Imaging: B-mode breast ultrasound.
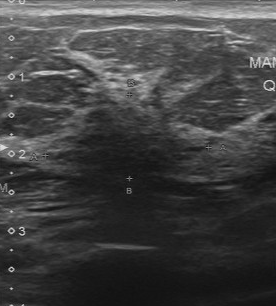
Biopsy or follow-up result: benign. (BI-RADS category 4.)